Breast sonogram.
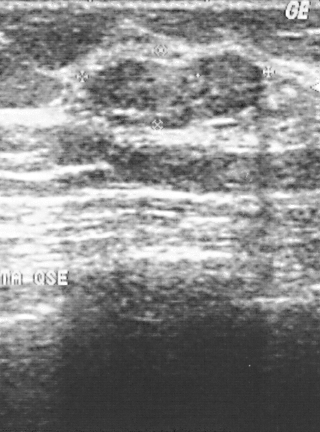
Outcome on biopsy or follow-up: benign. Biopsy result: fibrocystic changes. The BI-RADS is 3.